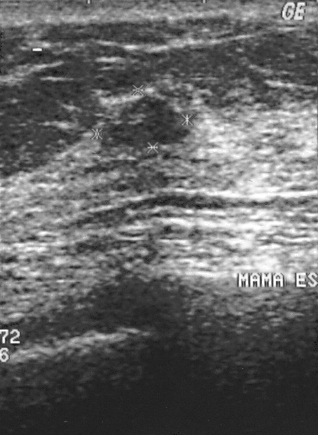
Imaging: breast ultrasound scan.
Outcome on biopsy or follow-up: benign.